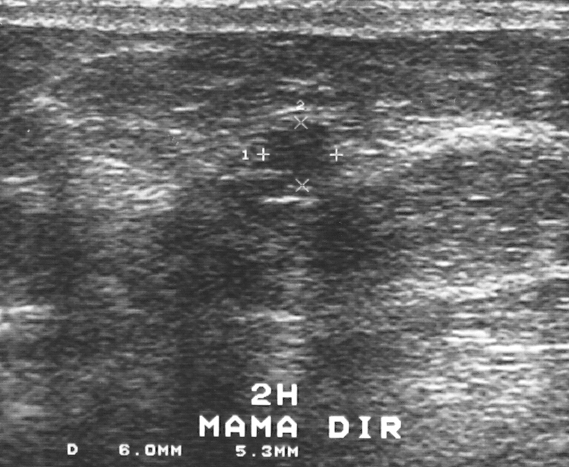
Imaging: B-mode breast ultrasound.
Biopsy result is intraductal papilloma. BI-RADS category: 4. The confirmed outcome (biopsy or follow-up) is benign.